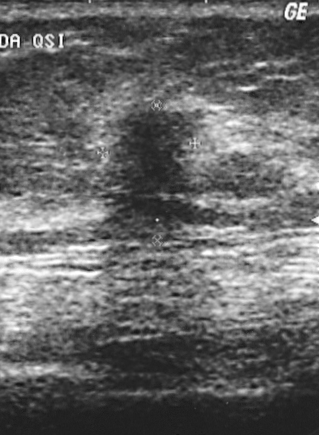
Imaging: breast US.
This breast US shows a mass. Assessment: BI-RADS 4. Biopsy showed invasive ductal carcinoma, a malignant finding.